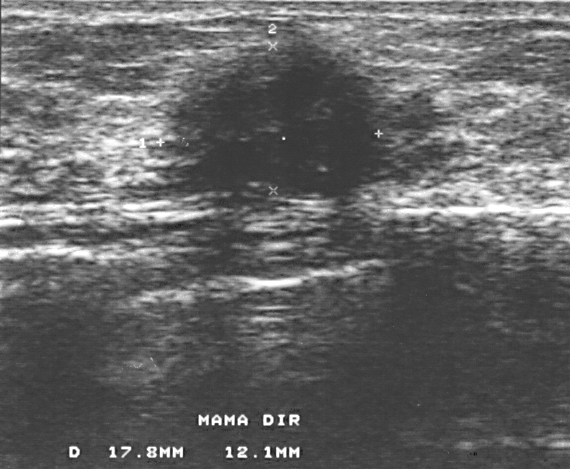
Breast US.
This breast US shows a mass, malignant on biopsy or follow-up.